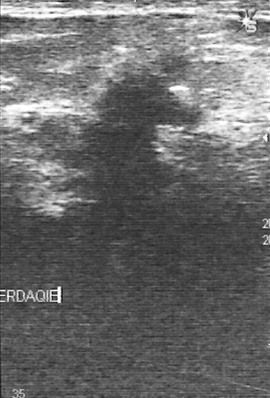
Breast ultrasound scan.
BI-RADS category 4. Biopsy or follow-up result: malignant. Biopsy showed invasive ductal carcinoma.